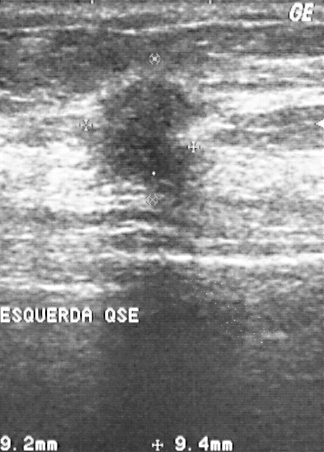
Imaging: breast US.
Outcome on biopsy or follow-up: malignant. BI-RADS category: 4.
OUTCOME ON BIOPSY OR FOLLOW-UP: malignant.